Imaging: breast US.
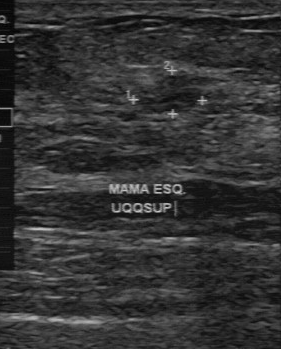
Segment the breast lesion: bounding box (148, 75) to (200, 113).